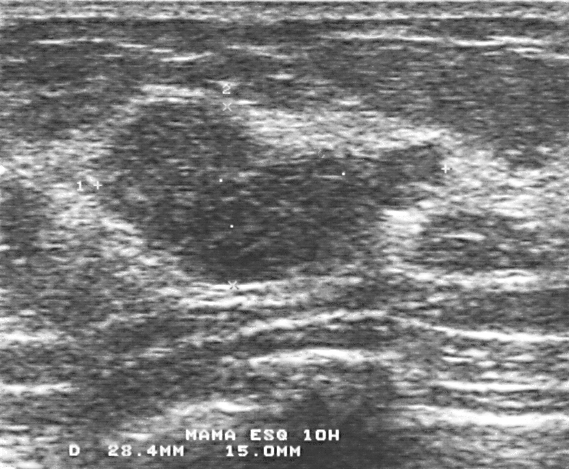
Breast sonogram.
Lesion characteristics:
- biopsy result: fibroadenoma
- BI-RADS category: 4